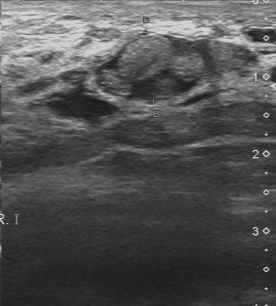
Breast ultrasound image. Acquired on Toshiba Aplio 300 @12-14 MHz.
The mass is benign on biopsy or follow-up.